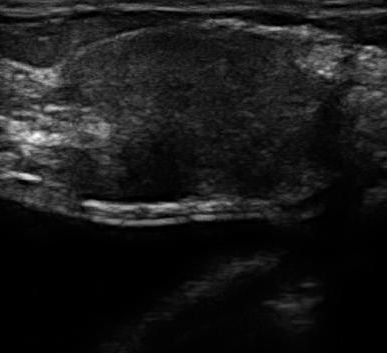
Imaging: breast sonogram.
The echogenicity is slightly hypoechoic. Biopsy result: invasive ductal carcinoma. Boundary: unclear. The calcifications are suspected. Contour is irregular.